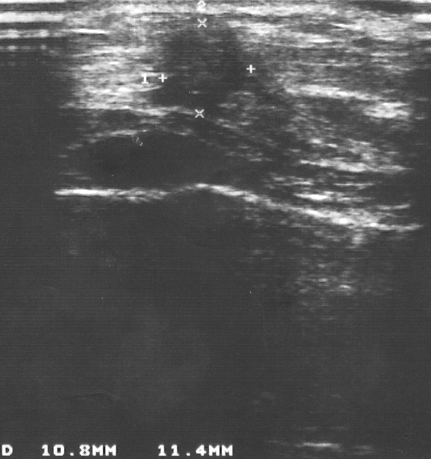
Imaging: breast sonogram.
This breast sonogram shows a finding. Assessment: BI-RADS 4. Histopathology: invasive ductal carcinoma (malignant).